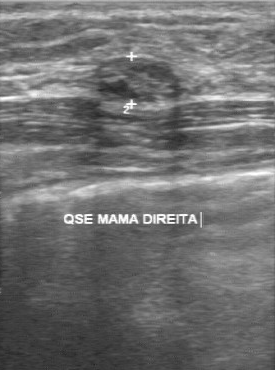
Breast ultrasound. Acquired on GE Logiq 7 @10-14MHz.
This breast ultrasound shows a breast lesion, benign on biopsy or follow-up.